Imaging: breast sonogram. Scanner: GE Logiq 7 @10-14MHz.
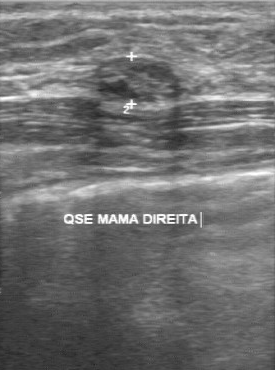
Original-read BI-RADS category: 3. Descriptors from an independent second read (not the reader who assigned the category): Margin: regular. Boundary: clear. The mass is hypoechoic. Calcifications: none. Biopsy showed fibroadenoma, a benign finding.